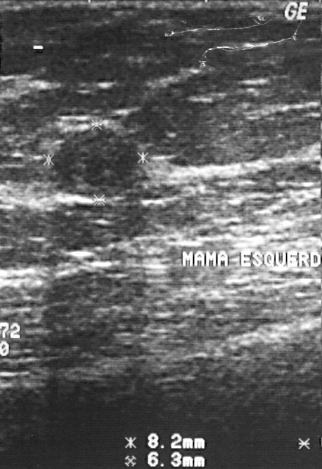
Scanner: GE Logiq 5 @10-12MHz. Imaging: breast ultrasound image.
Outcome on biopsy or follow-up: benign.